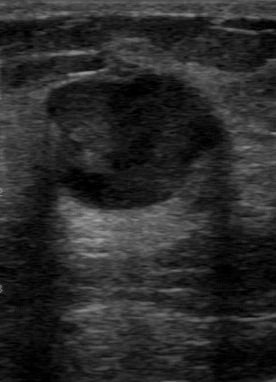
Imaging: breast ultrasound.
Echo pattern: mixed cystic and solid. Calcifications: none. Lesion boundary: fairly clear. Margin: partially regular.